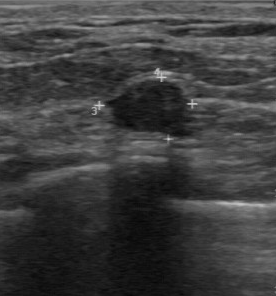
Imaging: B-mode breast ultrasound. Scanner: GE Logiq 7 @10-14MHz.
The original reader assigned BI-RADS 2. On a second read by an independent reader: The margin is regular. Its boundary is clear. Internally the breast lesion is hypoechoic. No calcifications are seen. Biopsy showed fibroadenoma, a benign finding.